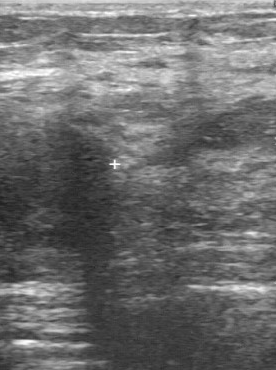
Imaging: breast ultrasound scan.
The breast lesion demonstrates slightly hypoechoic echo pattern, irregular margin, unclear boundary, calcifications: absent.